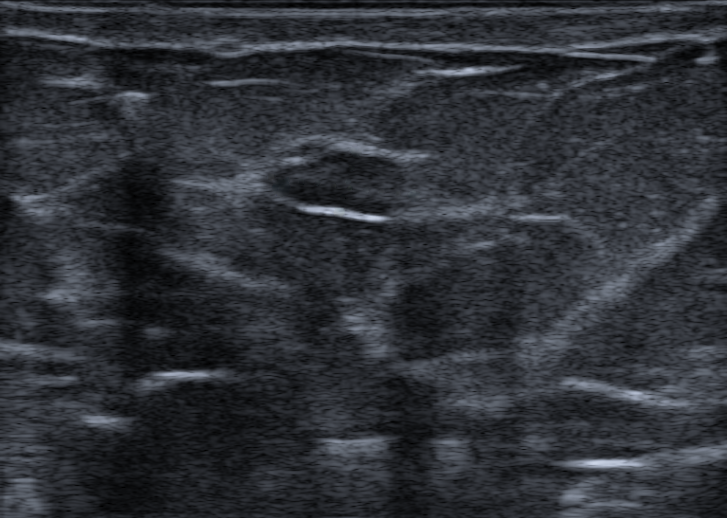
Imaging: breast US.
There is an oval lesion that is heterogeneous, with circumscribed margins. There are no posterior features. No echogenic halo is seen. BI-RADS assessment: 3; biopsy or follow-up result: benign.